Breast sonogram.
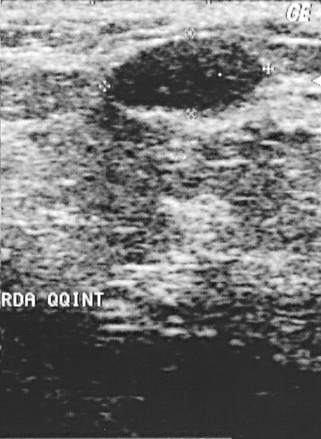
Breast sonogram findings:
- BI-RADS: 2
- confirmed outcome (biopsy or follow-up): benign